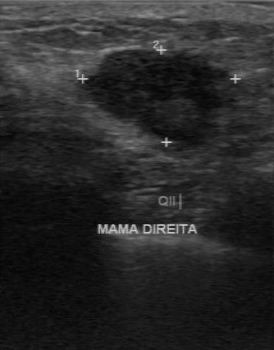
Breast ultrasound.
BI-RADS 4 in the original read; on a second read the margin is partially regular, the boundary somewhat unclear and the mass hypoechoic. No calcifications are seen. Histopathology: invasive ductal carcinoma (malignant).